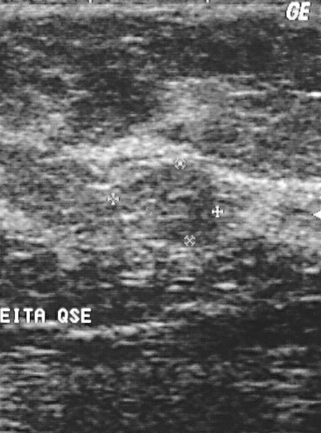
Scanner: GE Logiq 5 @10-12MHz. Imaging: breast ultrasound.
Histopathology: fibroadenoma.
Biopsy or follow-up result: benign.
BI-RADS category 2.